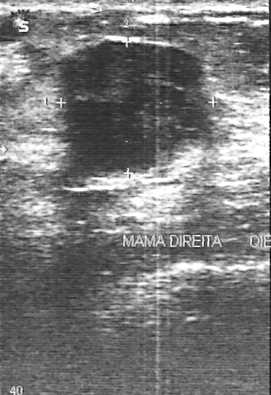
Breast ultrasound image.
A finding is seen with BI-RADS: 4, biopsy or follow-up result: benign.